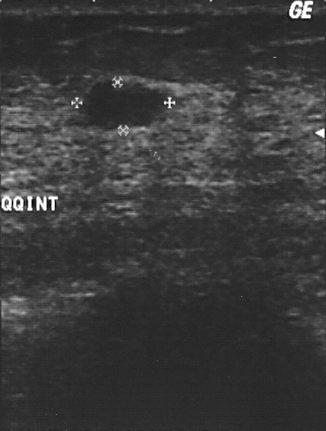
Breast sonogram.
Histopathology: fibroadenoma (benign). The breast lesion is assessed as BI-RADS 2. Outcome on biopsy or follow-up: benign.